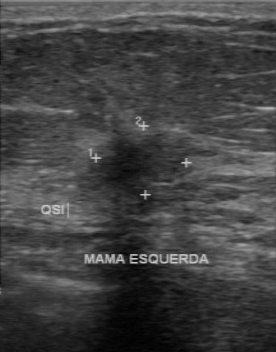
Imaging: breast ultrasound image.
The breast lesion was assessed as BI-RADS 4 by the original reader.
The following findings are from a second reader, independent of the original assessment.
The breast lesion is hypoechoic.
Its boundary is unclear.
The breast lesion has an irregular margin.
Calcifications: none.
The biopsy result was invasive ductal carcinoma; the breast lesion is malignant.